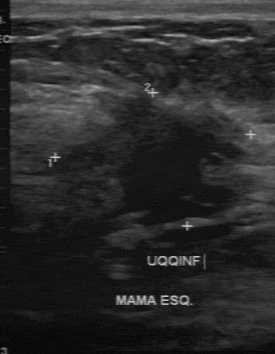
Acquired on GE Logiq 7 @10-14MHz. Breast sonogram.
Breast lesion: malignant on biopsy or follow-up. BI-RADS 4.